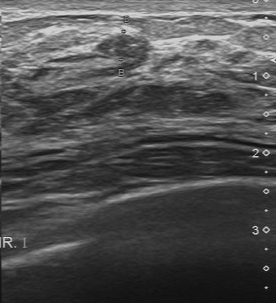
Modality: breast sonogram.
Biopsy or follow-up result: benign.